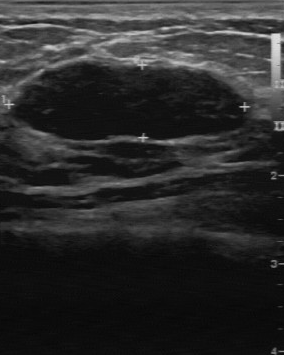
B-mode breast ultrasound. Scanner: GE Logiq 7 @10-14MHz.
Outcome on biopsy or follow-up: benign. BI-RADS 3.